Breast ultrasound image. Background echotexture is heterogeneous: predominantly fat.
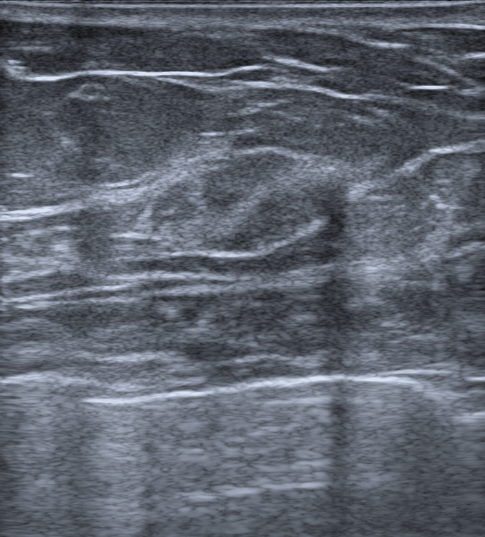
The mass is located within the bounding box (132, 148) to (345, 262). BI-RADS 4A.